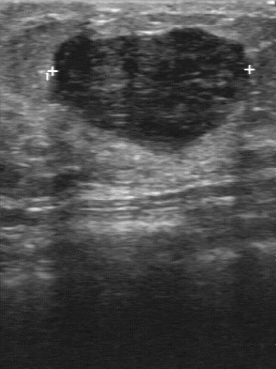
Breast ultrasound.
FINDINGS: Breast ultrasound. Boundary: clear. Echo pattern: slightly hypoechoic. Biopsy result: phyllodes tumor. Lesion margin: partially regular. Calcifications: absent. Confirmed outcome (biopsy or follow-up): benign.
OUTCOME ON BIOPSY OR FOLLOW-UP: benign.